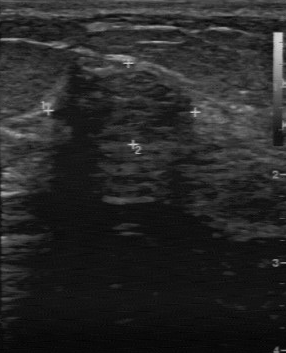
Imaging: breast sonogram.
Lesion boundary is fairly clear. There are no calcifications. Confirmed outcome (biopsy or follow-up): benign. Contour: regular. The pathology is fibroadenoma. The internal echoes are heterogeneous.